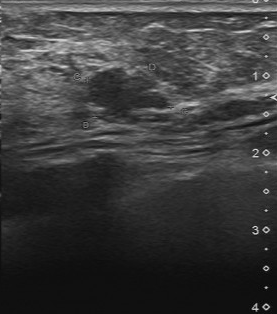
Breast US.
The original reader assigned BI-RADS 4. On a second, independent read, a lesion with a partially regular margin and a somewhat unclear boundary is seen; it is hypoechoic. Histopathology: intraductal papilloma (benign).